Modality: breast US.
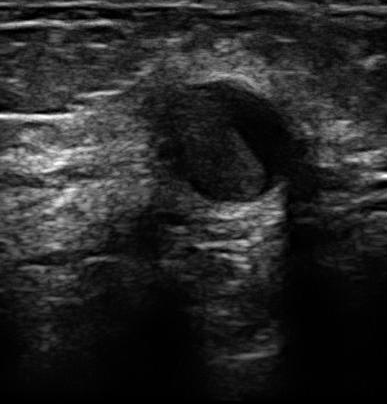
Original-read BI-RADS category: 3. A second reader, independent of the original assessment, describes a hypoechoic mass with a partially regular margin; the boundary is fairly clear. The biopsy result was cyst; the mass is benign.